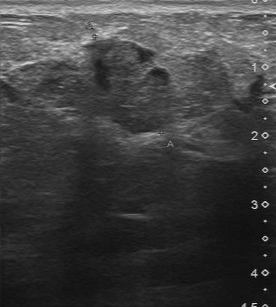
Imaging: breast sonogram.
The original reader assigned BI-RADS 4. The following findings are from a second reader, independent of the original assessment. The finding has a partially regular margin. No calcifications are seen. The finding has a mixed cystic and solid echo pattern. Boundary: fairly clear. The biopsy result was invasive ductal carcinoma; the finding is malignant.